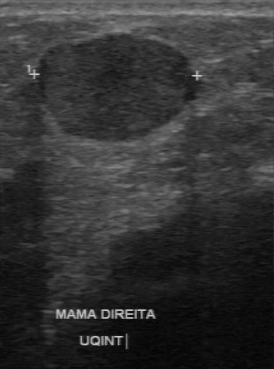
Imaging: breast ultrasound scan.
Coordinates are pixels in the 274x369 image. Finding bounding box: (36, 34) to (201, 143).